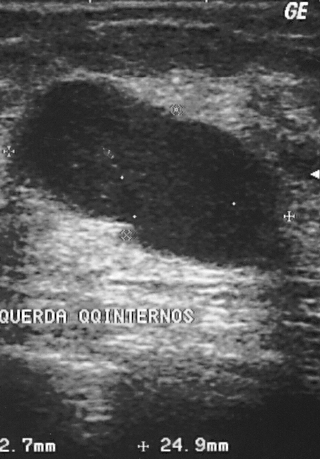
Modality: breast US.
Biopsy or follow-up result: benign.